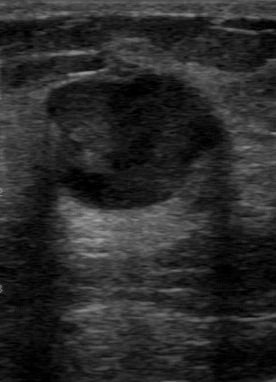
Breast ultrasound image.
Lesion boundary: fairly clear. Second-reader BI-RADS is 4A. The outcome on biopsy or follow-up is benign.